Modality: breast ultrasound image. Acquired on GE Logiq 7 @10-14MHz.
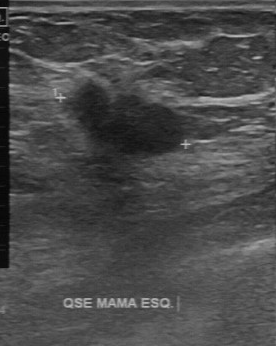
Original-read BI-RADS category: 4. Descriptors from an independent second read (not the reader who assigned the category): The finding has a partially regular margin. Calcifications: none. Its boundary is fairly clear. Echo pattern: hypoechoic. Biopsy showed invasive ductal carcinoma, a malignant finding.